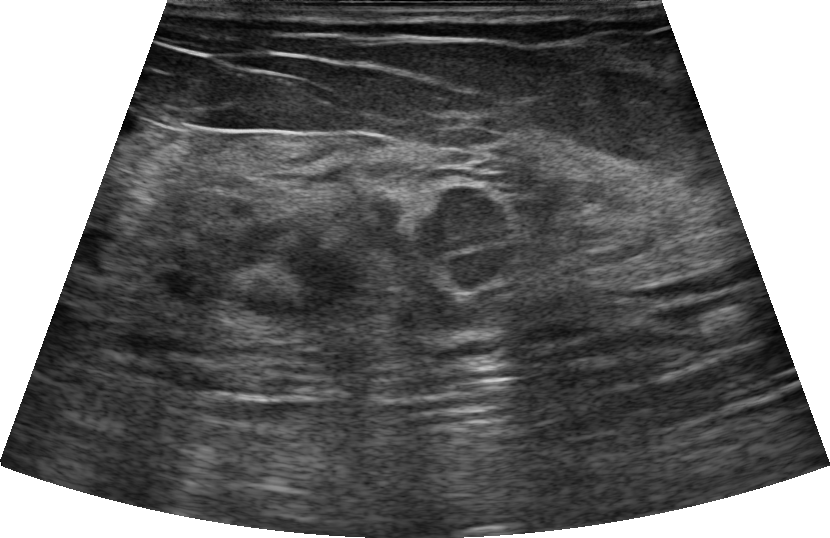
Imaging: breast ultrasound image. Background echotexture is heterogeneous: predominantly fibroglandular.
Lesion characteristics:
- confirmed outcome (biopsy or follow-up): malignant
- margin: not circumscribed - microlobulated
- skin thickening: absent
- echogenic halo: absent
- posterior acoustic features: none
- echogenicity: hypoechoic
- calcifications: absent
- lesion shape: irregular
- BI-RADS: 4B